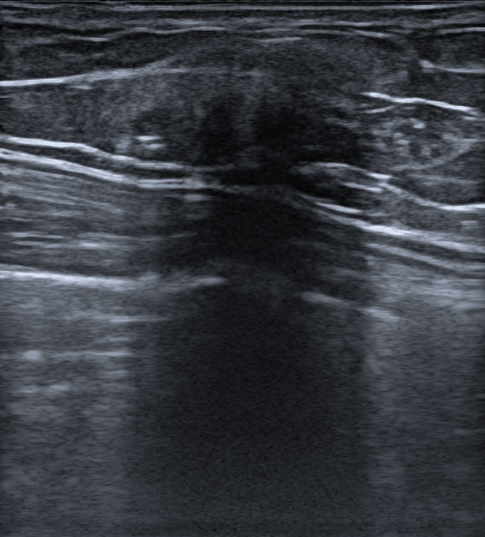
Modality: B-mode breast ultrasound. Patient age: 32.
Coordinates are pixels in the 485x537 image. Lesion region of interest: top-left (137, 43), bottom-right (383, 172). The lesion is benign on biopsy or follow-up.